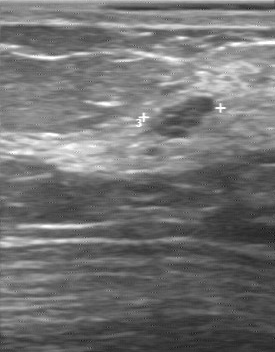
Modality: breast ultrasound image. Acquired on GE Logiq 7 @10-14MHz.
Outcome on biopsy or follow-up is benign. Boundary is clear. There are no calcifications. The lesion margin is regular. Echo pattern is hypoechoic.